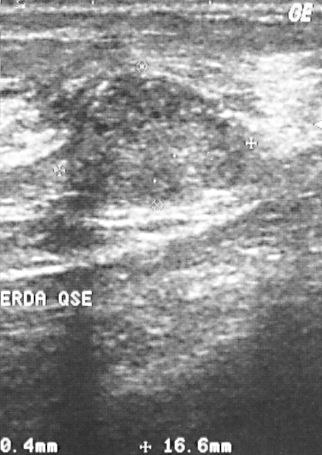
Imaging: breast sonogram. Scanner: GE Logiq 5 @10-12MHz.
This breast sonogram shows a lesion, benign on biopsy or follow-up. BI-RADS 2.